Breast US.
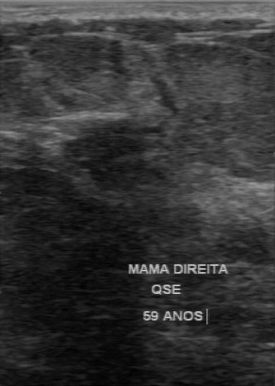
Lesion region of interest: x1=65, y1=133, x2=146, y2=192.